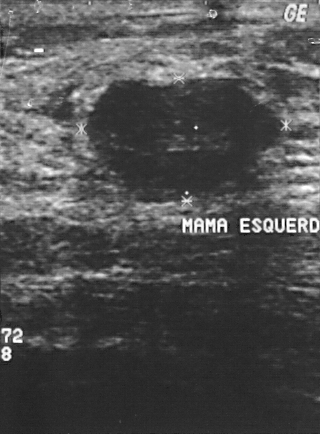
Modality: breast ultrasound image. Scanner: GE Logiq 5 @10-12MHz.
Coordinates are pixels in the 320x434 image. The breast lesion occupies approximately (85,80)-(279,204).